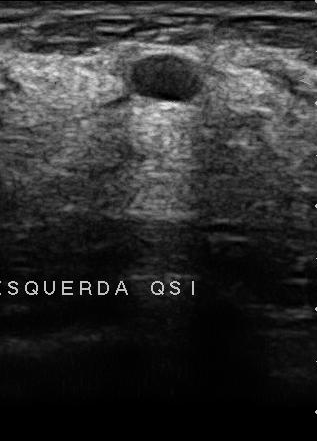
Scanner: U-Systems @10-14MHz. Breast ultrasound image.
- pathology: fibroadenoma
- BI-RADS category: 2
- biopsy or follow-up result: benign